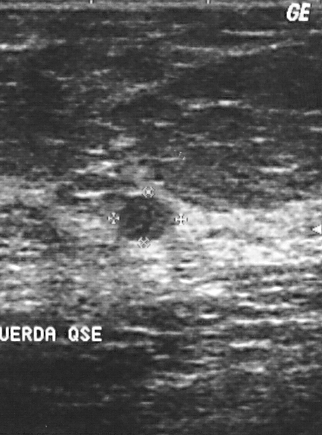
Imaging: breast sonogram.
A breast lesion is seen with BI-RADS category: 2, biopsy result: sclerosing adenosis.